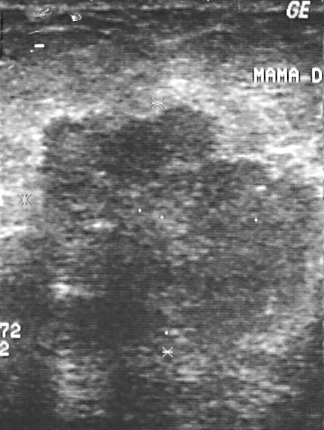
Imaging: breast ultrasound. Scanner: GE Logiq 5 @10-12MHz.
Coordinates are pixels in the 324x430 image. Mass bounding box: [22, 104, 321, 359]. The mass is malignant on biopsy or follow-up.